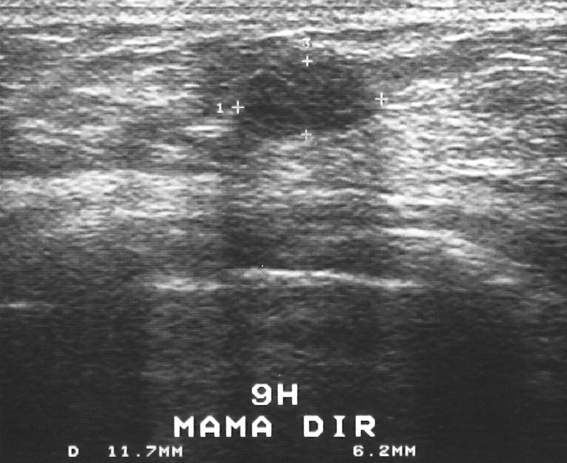
Breast sonogram.
A mass is seen. BI-RADS category 3. Histopathology: fibroadenoma (benign).